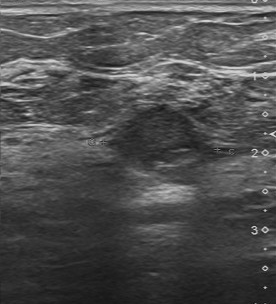
Imaging: breast US.
Lesion region of interest: (106,104)-(216,173). The mass is benign on biopsy or follow-up.